Modality: breast US. Scanner: GE Logiq 5 @10-12MHz.
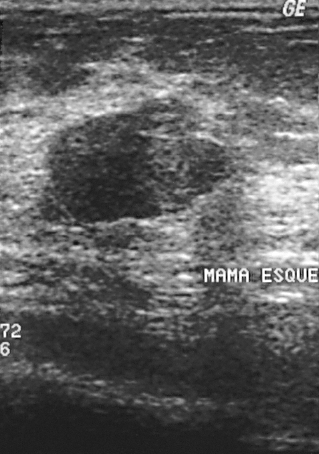
This breast US shows a breast lesion with BI-RADS category: 2, pathology: fibroadenoma, biopsy or follow-up result: benign.